Modality: B-mode breast ultrasound.
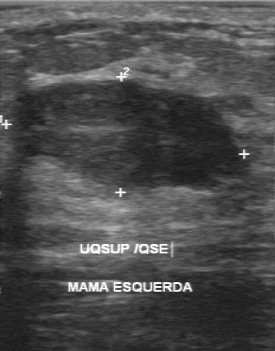
Lesion characteristics:
- pathology: fibroadenoma
- lesion margin: regular
- lesion boundary: clear
- biopsy or follow-up result: benign
- calcifications: none
- echo pattern: hypoechoic